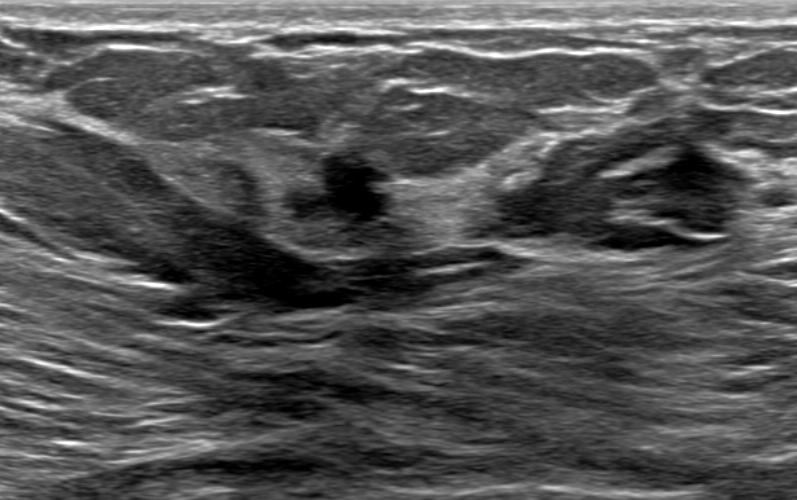
Modality: breast US. Background echotexture is heterogeneous: predominantly fibroglandular.
Coordinates are pixels in the 797x500 image. The lesion is located within the bounding box x1=283, y1=145, x2=388, y2=229.